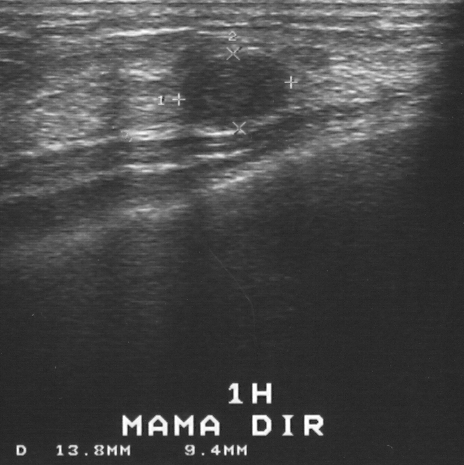
Scanner: GE Logiq 5 @10-12MHz. B-mode breast ultrasound.
This B-mode breast ultrasound shows a mass. It was assessed as BI-RADS 3. Histopathology: fibroadenoma (benign).